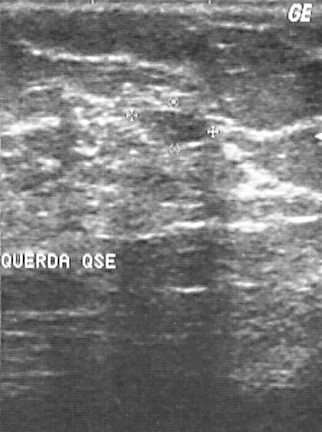
Modality: breast ultrasound image.
Confirmed outcome (biopsy or follow-up): benign. The BI-RADS assessment is 2.